Breast sonogram.
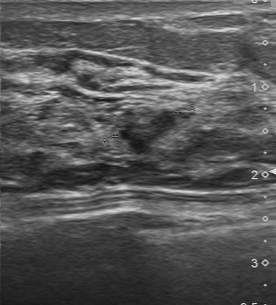
The breast lesion occupies approximately (117, 112) to (181, 152).